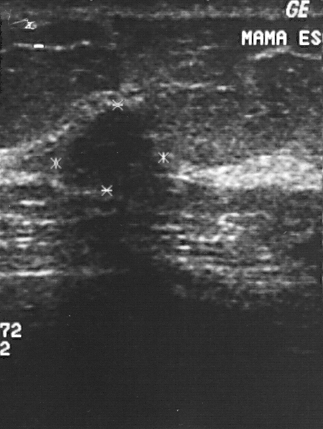
Acquired on GE Logiq 5 @10-12MHz. Imaging: breast sonogram.
The finding is benign on biopsy or follow-up.